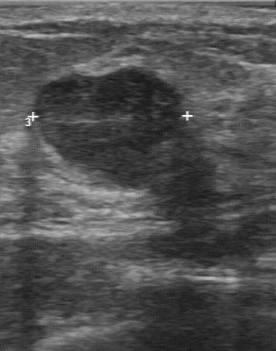
Breast sonogram. Scanner: GE Logiq 7 @10-14MHz.
(coordinates in a 276x351 pixel frame) The finding occupies approximately 36 66 183 166.